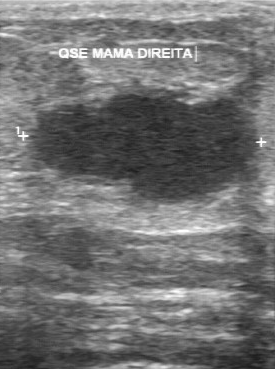
Modality: breast ultrasound.
BI-RADS 5 in the original read. On a second read by an independent reader: Margin: partially regular. Boundary: fairly clear. The lesion is hypoechoic. No calcifications are seen. Histopathology: invasive ductal carcinoma (malignant).